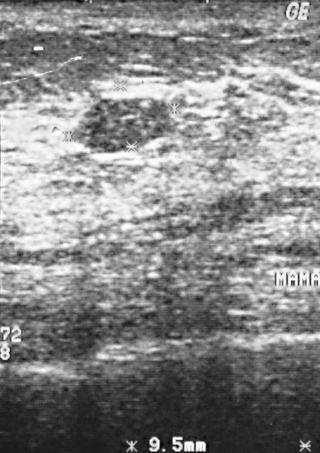
Scanner: GE Logiq 5 @10-12MHz. Breast ultrasound image.
Outcome on biopsy or follow-up: benign. BI-RADS 2.